Imaging: breast sonogram.
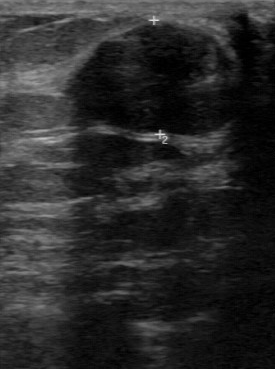
Calcifications are absent. Boundary is clear. Internal echoes: hypoechoic. The lesion margin is regular.